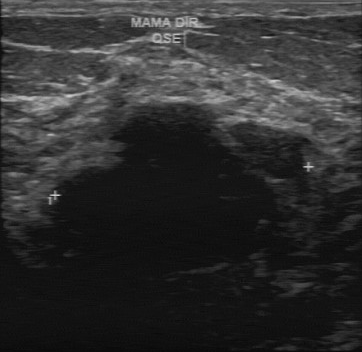
Scanner: GE Logiq 7 @10-14MHz. Breast ultrasound image.
Biopsy or follow-up result: benign. BI-RADS 3.